Acquired on GE Logiq 5 @10-12MHz. Modality: breast ultrasound.
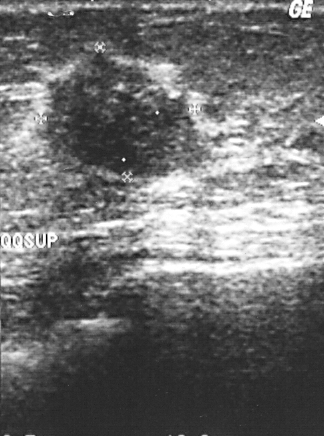
A lesion is seen. BI-RADS category 4. Biopsy showed invasive ductal carcinoma, a malignant finding.